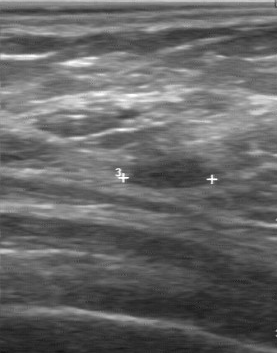
Breast ultrasound scan.
Finding: lesion, benign on biopsy or follow-up.